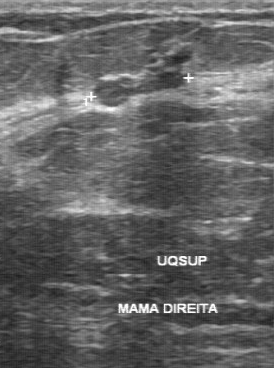
Acquired on GE Logiq 7 @10-14MHz. Imaging: breast ultrasound.
Pixel coordinates (x1, y1, x2, y2): The lesion occupies approximately x1=94, y1=65, x2=186, y2=107. The lesion is benign on biopsy or follow-up. BI-RADS 4.